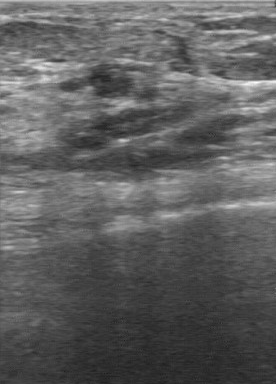
Acquired on GE Logiq 7 @10-14MHz. Breast sonogram.
- BI-RADS assessment: 3
- pathology: hyperplasia